Modality: breast ultrasound.
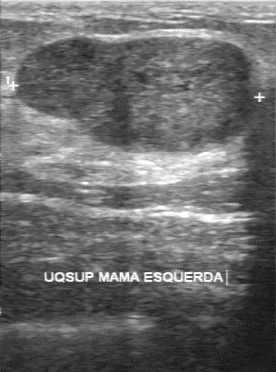
BI-RADS 4 in the original read; on a second read the margin is partially regular, the boundary fairly clear and the finding hypoechoic. There are no calcifications. Biopsy showed fibroadenoma, a benign finding.